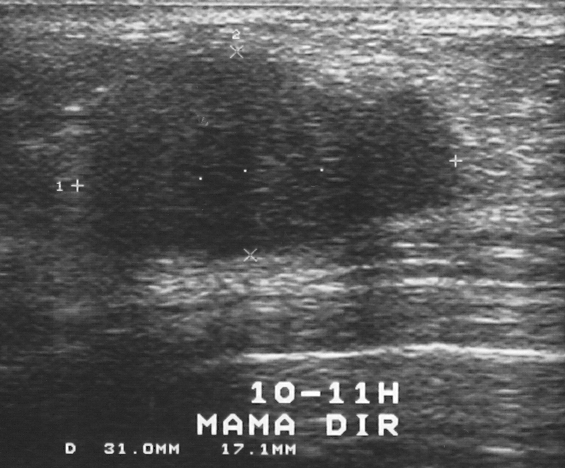
Imaging: breast ultrasound image.
BI-RADS assessment: 4.
Outcome on biopsy or follow-up: benign.
The biopsy result was fibroadenoma.